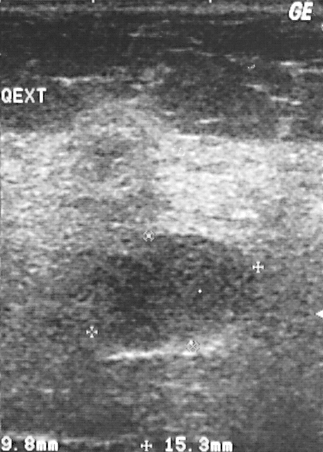
Imaging: B-mode breast ultrasound.
A breast lesion is seen. It was assessed as BI-RADS 4. Pathology confirmed benign fibroadenoma.